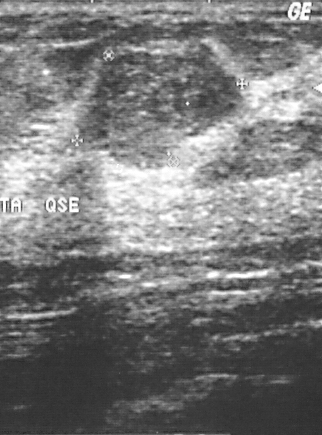
Modality: breast ultrasound scan.
This breast lesion proved benign on biopsy or follow-up. The biopsy result was fibroadenoma; the breast lesion is benign. Assigned BI-RADS 3.